Imaging: breast ultrasound.
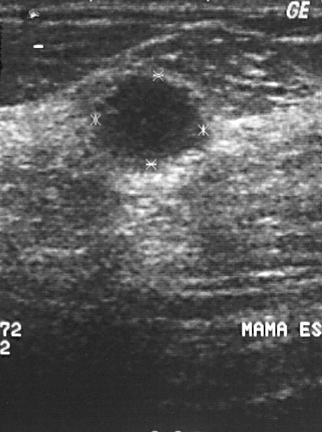
Breast ultrasound findings:
- outcome on biopsy or follow-up: malignant
- histopathology: invasive ductal carcinoma
- BI-RADS: 4